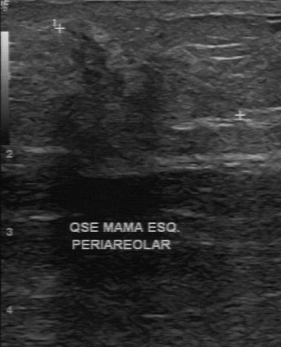
Breast ultrasound image.
FINDINGS: Breast ultrasound image. BI-RADS category: 4. Biopsy result: invasive lobular carcinoma.
OUTCOME ON BIOPSY OR FOLLOW-UP: malignant.